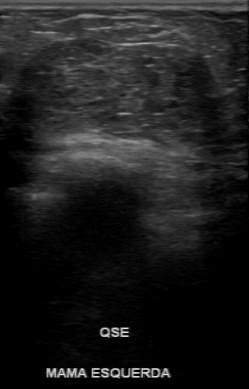
Breast ultrasound image.
Outcome on biopsy or follow-up: malignant. (BI-RADS category 4.)